Breast ultrasound image.
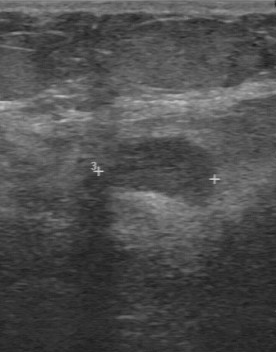
The breast lesion demonstrates calcifications: absent, regular margin, biopsy or follow-up result: benign, BI-RADS (second read): 3, hypoechoic internal echoes, clear boundary.